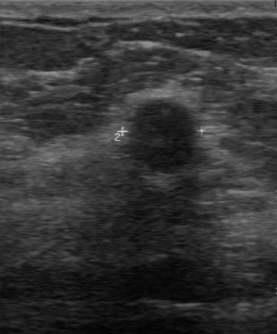
Imaging: breast US.
BI-RADS 4 in the original read.
A second, independent read describes the finding as follows.
The margin is partially regular.
Boundary: somewhat unclear.
Echo pattern: heterogeneous.
Calcifications: suspected.
Biopsy showed sclerosing adenosis, a benign finding.